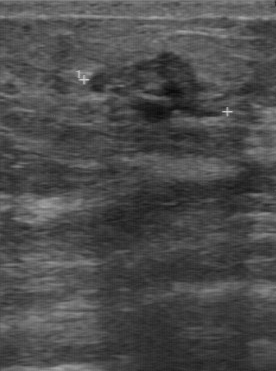
Modality: breast ultrasound.
The original reader assigned BI-RADS 5.
On a second read by an independent reader:
The finding has a partially regular margin.
The finding is hypoechoic.
No calcifications are seen.
Boundary: somewhat unclear.
The biopsy result was invasive ductal carcinoma; the finding is malignant.